Modality: B-mode breast ultrasound.
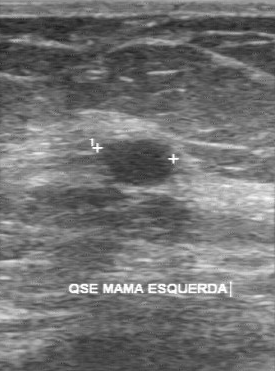
B-mode breast ultrasound findings:
- biopsy or follow-up result: benign
- BI-RADS category: 3